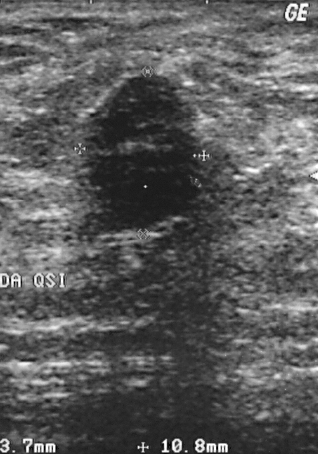
Modality: B-mode breast ultrasound.
Histopathology: fibroadenoma. BI-RADS: 4. Outcome on biopsy or follow-up: benign.
OUTCOME ON BIOPSY OR FOLLOW-UP: benign.